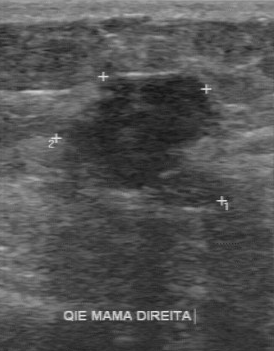
Breast sonogram.
BI-RADS 4 in the original read; on a second read the margin is regular, the boundary clear and the breast lesion hypoechoic. Histopathology: fibroadenoma (benign).